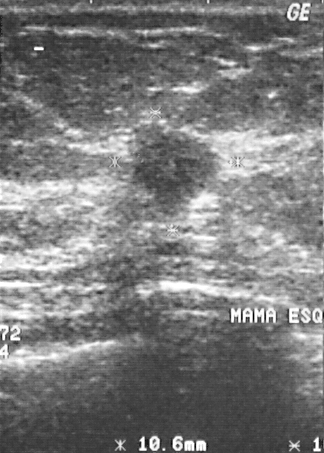
Imaging: breast ultrasound scan. Scanner: GE Logiq 5 @10-12MHz.
Histopathology: invasive ductal carcinoma (malignant). BI-RADS category 4.